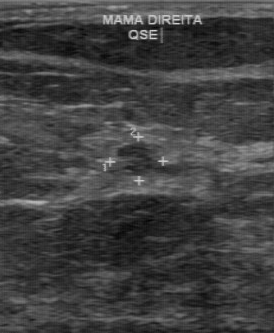
Imaging: breast ultrasound scan.
Biopsy or follow-up result: benign.